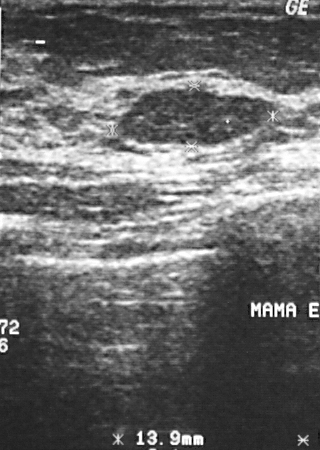
Breast ultrasound image.
Biopsy or follow-up result: benign.
BI-RADS category 2.
Pathology confirmed fibroadenoma.